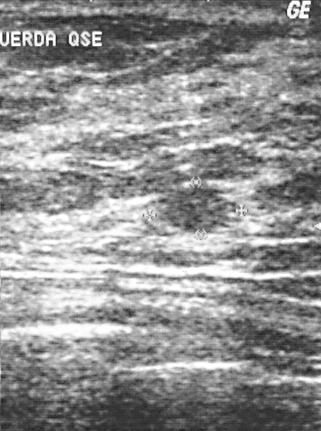
Modality: breast ultrasound scan.
Pixel coordinates (x1, y1, x2, y2): Finding bounding box: 164 189 236 231. The finding is benign on biopsy or follow-up.